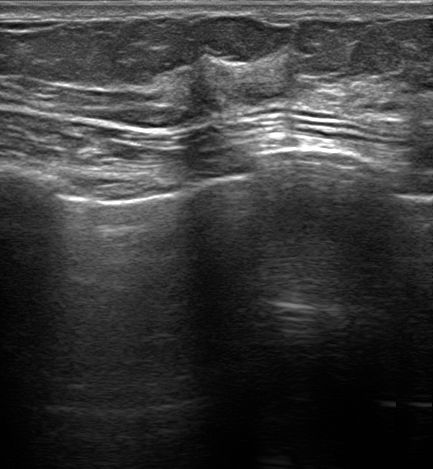
Imaging: breast sonogram.
Findings: an irregular breast lesion of hypoechoic echotexture with indistinct margins. There is posterior acoustic shadowing. Calcifications: none. There is an echogenic halo. BI-RADS 4C; malignant on biopsy or follow-up. Differential on reading: Suspicion of malignancy; Dysplasia; Fibroadenoma; Intraductal papilloma. Biopsy result: Invasive lobular carcinoma.